Imaging: breast sonogram.
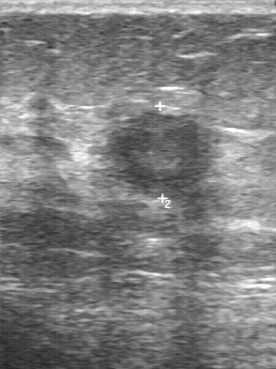
BI-RADS 4 in the original read; on a second read the margin is partially regular, the boundary somewhat unclear and the lesion slightly hypoechoic. Calcifications: none. The biopsy result was invasive ductal carcinoma; the lesion is malignant.